Imaging: B-mode breast ultrasound. Age 42.
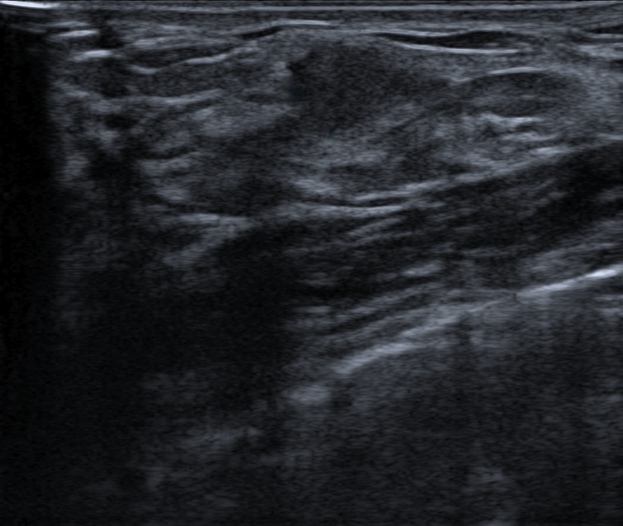
Coordinates are pixels in the 623x526 image. The mass occupies approximately [284, 35, 456, 133]. The mass is benign on biopsy or follow-up.